Breast sonogram.
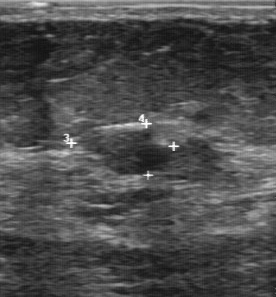
Biopsy or follow-up result: benign.